Imaging: breast sonogram.
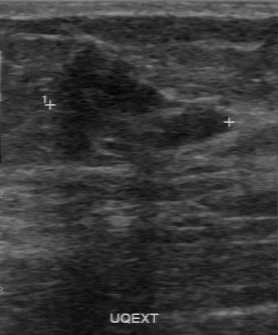
This breast sonogram shows a breast lesion, benign on biopsy or follow-up. (BI-RADS category 4.)